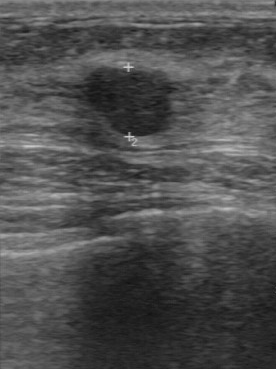
Acquired on GE Logiq 7 @10-14MHz. B-mode breast ultrasound.
The finding is benign on biopsy or follow-up. BI-RADS 3.